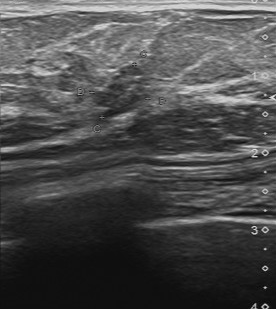
B-mode breast ultrasound.
Finding: breast lesion, malignant on biopsy or follow-up. BI-RADS 4.